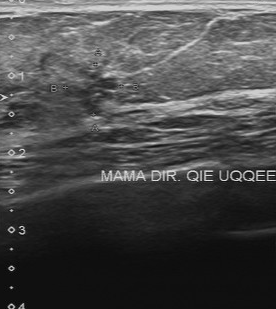
Breast US. Scanner: Toshiba Aplio 300 @12-14 MHz.
This breast US shows a mass with biopsy result: adenocarcinoma, BI-RADS: 4.